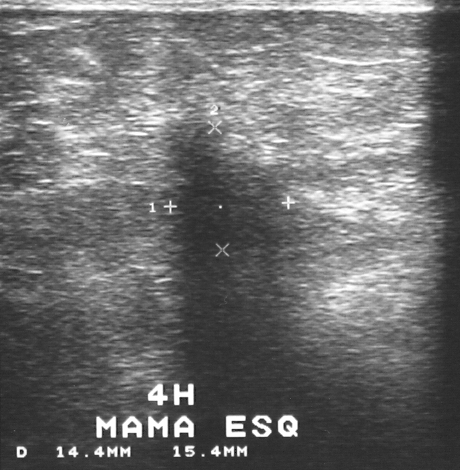
Imaging: breast US. Acquired on GE Logiq 5 @10-12MHz.
This breast US shows a finding. It was assessed as BI-RADS 4. Biopsy showed invasive ductal carcinoma, a malignant finding.